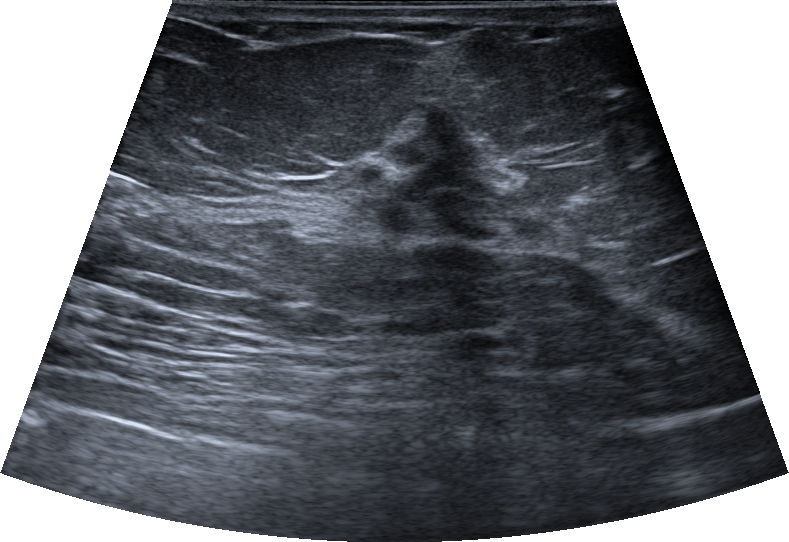
62-year-old patient. Background tissue composition: heterogeneous: predominantly fibroglandular. Breast sonogram.
This breast sonogram shows a lesion with pathology: Intraductal papilloma, not circumscribed - microlobulated borders, confirmed outcome (biopsy or follow-up): benign, skin thickening: none, BI-RADS assessment: 4B, echogenic halo: none, calcifications: none, irregular lesion shape, posterior acoustic features: none, verification: confirmed by biopsy, heterogeneous echogenicity, radiologic interpretation: Suspicion of malignancy; Fibroadenoma; Hamartoma.